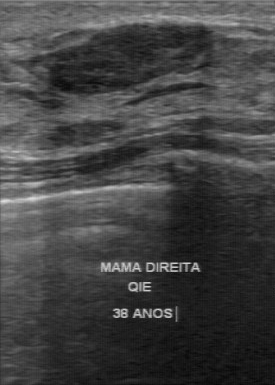
Modality: breast US.
The lesion occupies approximately (50,24)-(213,95). The lesion is benign on biopsy or follow-up. BI-RADS 2.